Imaging: breast sonogram.
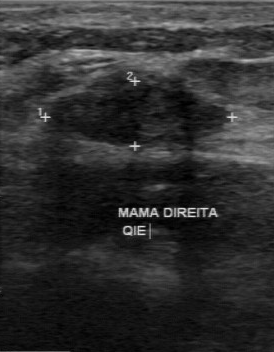
The breast lesion was categorized BI-RADS 3 in the original read.
A second, independent read describes the breast lesion as follows.
Internally the breast lesion is hypoechoic.
Its boundary is clear.
There are no calcifications.
The breast lesion has a regular margin.
Biopsy showed fibroadenoma, a benign finding.